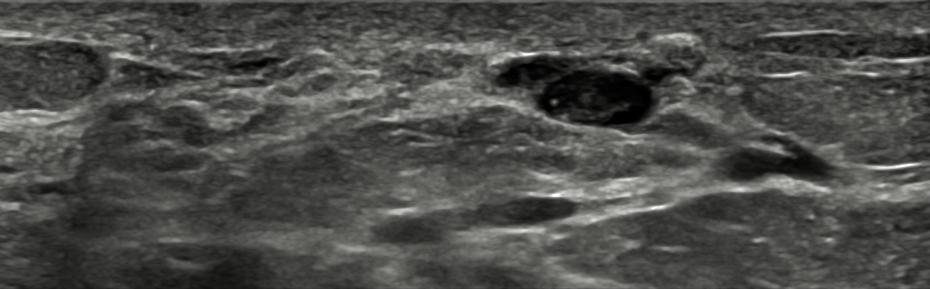
Background tissue composition: heterogeneous: predominantly fat. Modality: breast ultrasound. Patient age: 57.
The lesion appears oval.
The margin is circumscribed.
The lesion has a complex cystic and solid echo pattern.
Posterior features: none.
No echogenic halo is seen.
There are no calcifications.
Skin thickening: none.
The finding was confirmed by follow-up care.
This lesion proved benign on biopsy or follow-up.
BI-RADS assessment: 3.